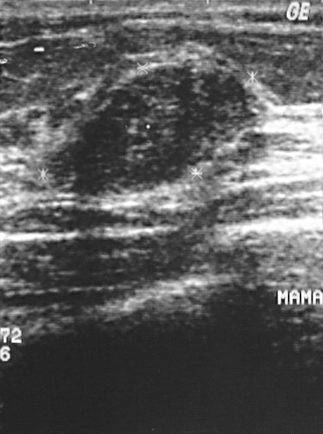
Modality: breast ultrasound image. Scanner: GE Logiq 5 @10-12MHz.
The mass is benign on biopsy or follow-up. BI-RADS 2.